Modality: breast ultrasound. Scanner: GE Logiq 5 @10-12MHz.
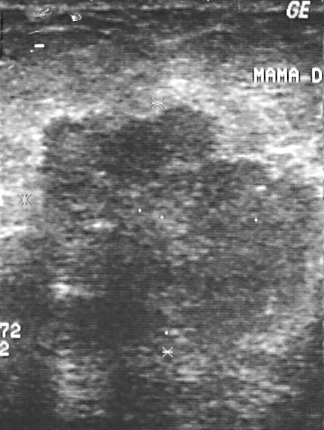
This breast ultrasound shows a breast lesion, malignant on biopsy or follow-up. BI-RADS 5.